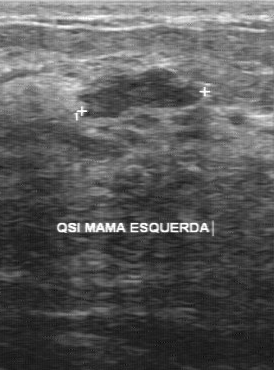
Acquired on GE Logiq 7 @10-14MHz. Imaging: breast ultrasound scan.
The original reader assigned BI-RADS 4. Descriptors from an independent second read (not the reader who assigned the category): The margin is partially regular. The lesion boundary is fairly clear. The breast lesion is slightly hypoechoic. Calcifications: none. The biopsy result was fibroadenoma; the breast lesion is benign.